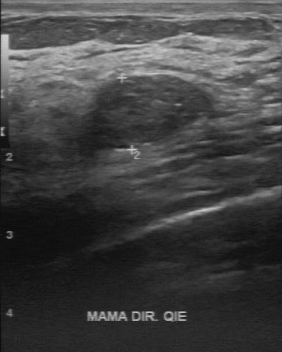
Modality: breast ultrasound image.
Original-read BI-RADS category: 2.
A second, independent read describes the breast lesion as follows.
Calcifications: none.
The breast lesion is slightly hypoechoic.
The margin is regular.
Boundary: clear.
Biopsy showed fibroadenoma, a benign finding.